Breast ultrasound scan.
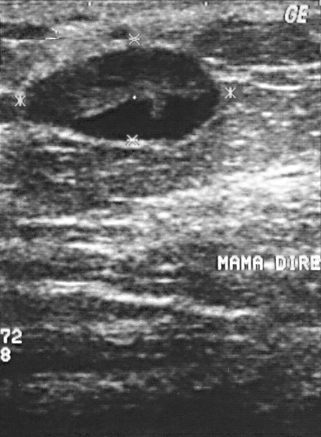
The breast lesion is benign on biopsy or follow-up.
The breast lesion is assessed as BI-RADS 4.
Pathology confirmed fat necrosis.